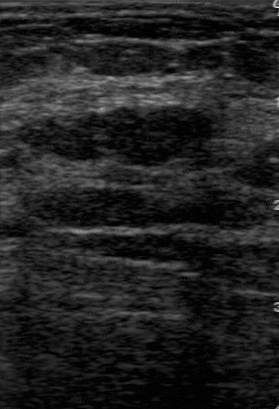
Imaging: breast ultrasound image. Scanner: GE Logiq 7 @10-14MHz.
The original reader assigned BI-RADS 3. A second reader, independent of the original assessment, describes a hypoechoic breast lesion with a regular margin; the boundary is clear. Pathology confirmed benign fibroadenoma.